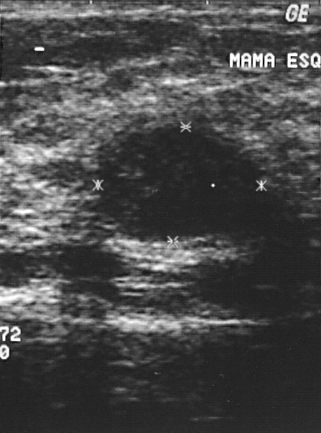
Modality: breast ultrasound scan.
Biopsy showed fibroadenoma. BI-RADS category 2. This breast lesion proved benign on biopsy or follow-up.